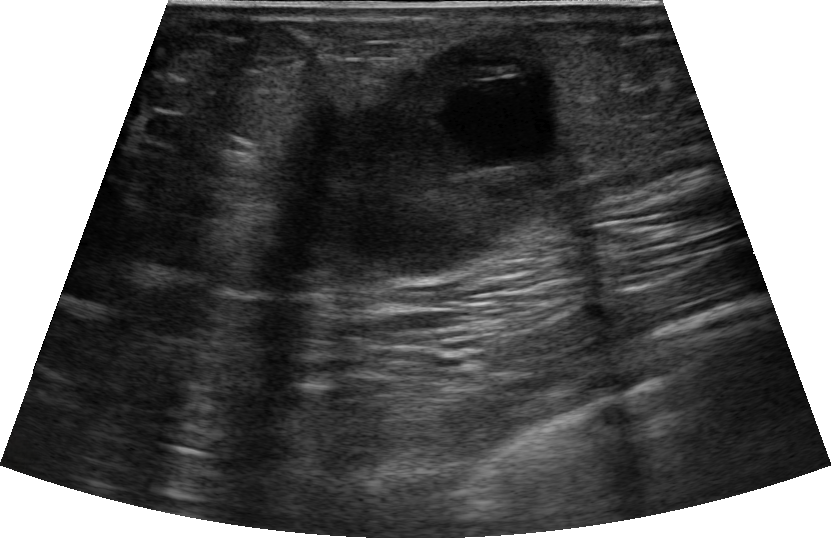
Modality: breast sonogram. 40-year-old patient.
Shape: irregular. There is no echogenic halo. There are no calcifications. No posterior acoustic features are seen. Skin thickening: none. The finding is heterogeneous. Margin: not circumscribed, indistinct. Assigned BI-RADS 4C. Biopsy result: Invasive carcinoma of no special type (NST). Biopsy or follow-up result: malignant. Radiologist's impression: Suspicion of malignancy; Intraductal papilloma.